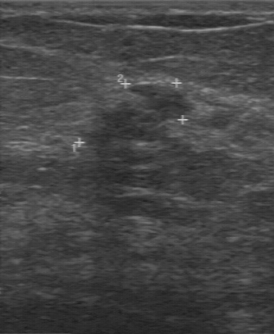
Breast ultrasound scan.
The mass was categorized BI-RADS 4 in the original read. On a second, independent read, a mass with an irregular margin and an unclear boundary is seen; it is slightly hypoechoic. There are no calcifications. Pathology confirmed malignant invasive ductal carcinoma.